Imaging: B-mode breast ultrasound.
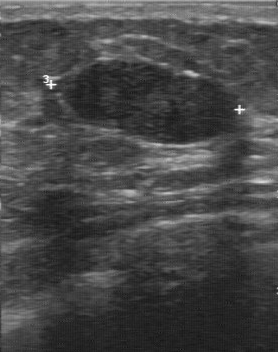
The mass was categorized BI-RADS 3 in the original read. On a second, independent read, a mass with a regular margin and a clear boundary is seen; it is hypoechoic. Calcifications: none. Histopathology: fibroadenoma (benign).